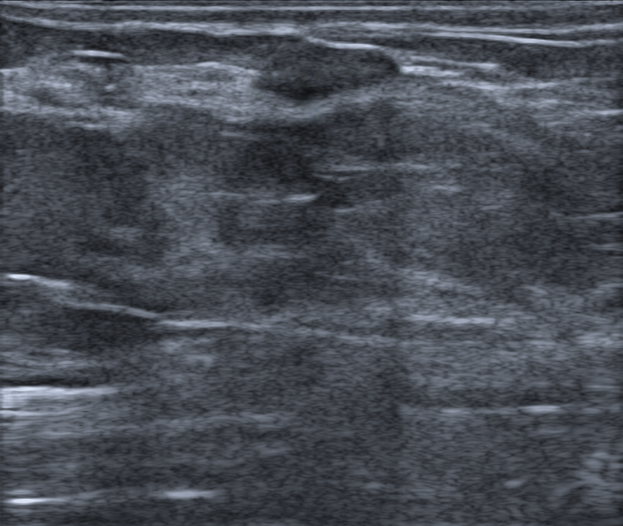
Background tissue composition: heterogeneous: predominantly fat. Modality: breast ultrasound scan.
Biopsy or follow-up result: benign. (BI-RADS category 3.)